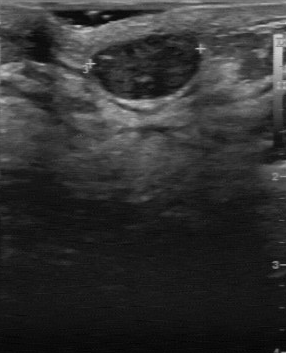
Imaging: breast US.
Coordinates are pixels in the 286x353 image. The finding occupies approximately (93,37)-(198,98). The finding is benign on biopsy or follow-up.